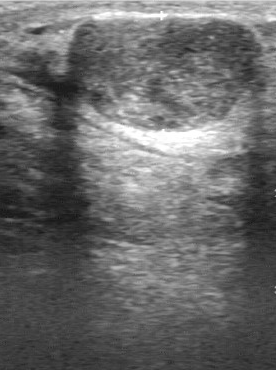
Imaging: B-mode breast ultrasound.
This B-mode breast ultrasound shows a finding with clear lesion boundary, regular contour, hypoechoic echo pattern, calcifications: absent.